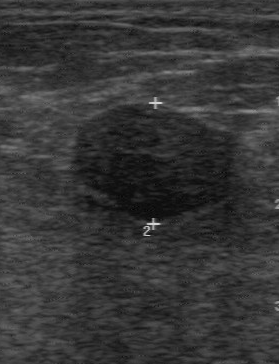
Breast ultrasound image.
FINDINGS: BI-RADS (second read): 3. BI-RADS (first reader): 2.
OUTCOME ON BIOPSY OR FOLLOW-UP: benign.